Modality: breast sonogram.
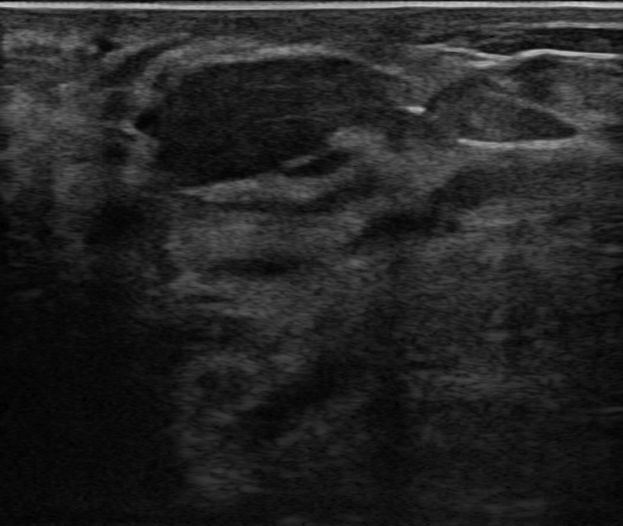
Coordinates are pixels in the 623x526 image. The lesion occupies approximately x1=143, y1=53, x2=386, y2=181. The lesion is benign on biopsy or follow-up. BI-RADS 4A.